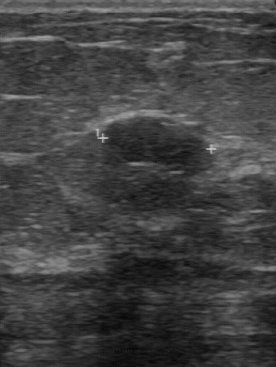
Breast ultrasound scan.
Lesion characteristics:
- biopsy or follow-up result: benign
- pathology: fibroadenoma
- BI-RADS: 2